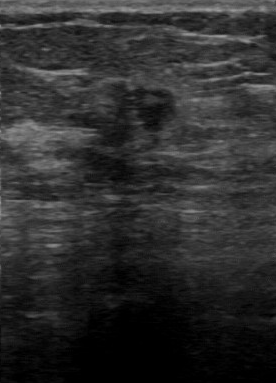
Imaging: breast ultrasound. Acquired on GE Logiq 7 @10-14MHz.
BI-RADS 4 in the original read. Findings on the second read (an independent reader): a hypoechoic lesion, margin regular, boundary somewhat unclear. There are no calcifications. Pathology confirmed malignant invasive ductal carcinoma.